Imaging: breast ultrasound.
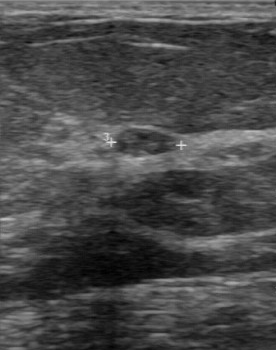
- biopsy or follow-up result: benign
- histopathology: fibroadenoma
- BI-RADS category: 2